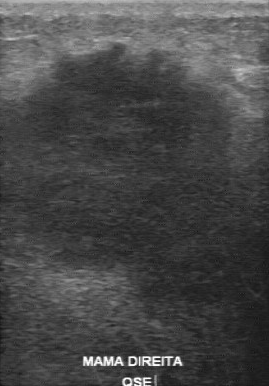
B-mode breast ultrasound. Acquired on GE Logiq 7 @10-14MHz.
BI-RADS category: 5. The outcome on biopsy or follow-up is malignant.